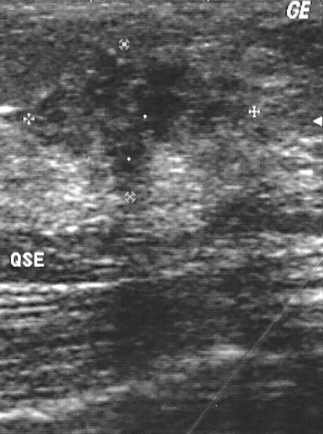
Scanner: GE Logiq 5 @10-12MHz. Breast sonogram.
Lesion bounding box: top-left (27, 43), bottom-right (250, 202). The lesion is malignant on biopsy or follow-up.